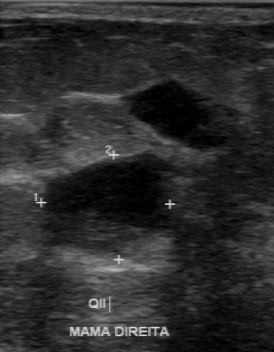
Imaging: B-mode breast ultrasound.
The mass was categorized BI-RADS 3 in the original read. A second, independent read describes the mass as follows. Calcifications: none. The mass has a mixed cystic and solid echo pattern. The mass has a partially regular margin. Its boundary is somewhat unclear. Histopathology: invasive ductal carcinoma (malignant).